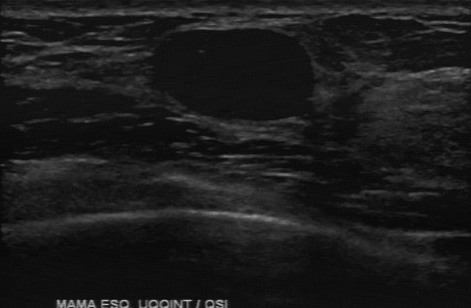
Breast ultrasound image.
Breast ultrasound image findings:
- BI-RADS on independent re-read: 4A
- original BI-RADS: 2
- outcome on biopsy or follow-up: benign